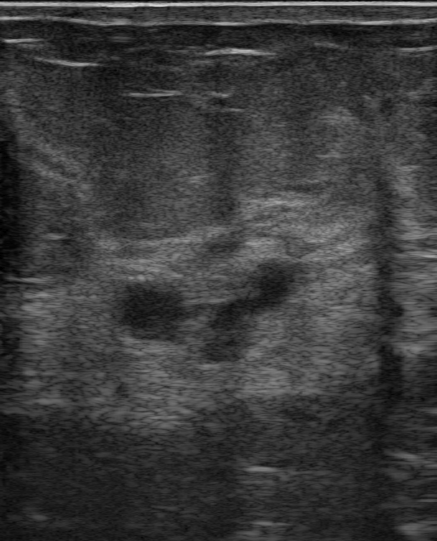
Modality: breast ultrasound image. Background tissue composition: heterogeneous: predominantly fibroglandular.
The lesion demonstrates hypoechoic echotexture, circumscribed lesion margin, skin thickening: none, BI-RADS category: 4A, radiologist impression: Complex cyst / Non-simple cyst; Cyst filled with thick fluid; Duct filled with thick fluid; Mammary duct ectasia; Intraductal papilloma, oval lesion shape.